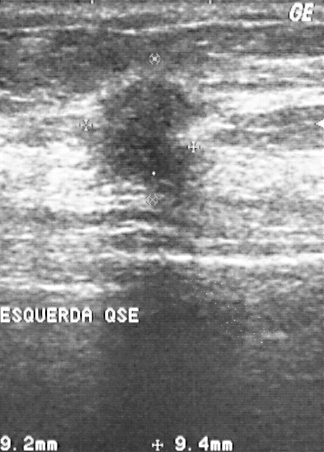
Acquired on GE Logiq 5 @10-12MHz. Breast ultrasound image.
This breast ultrasound image shows a finding. BI-RADS category 4. Biopsy showed invasive ductal carcinoma, a malignant finding.